Modality: breast ultrasound.
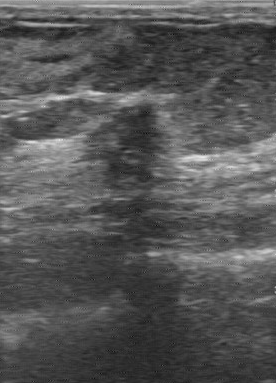
Breast ultrasound findings:
- BI-RADS (second read): 4B
- contour: irregular
- calcifications: none
- histopathology: invasive ductal carcinoma
- echo pattern: hypoechoic
- lesion boundary: unclear